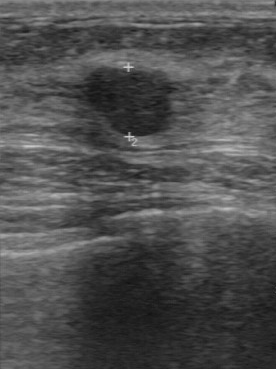
Acquired on GE Logiq 7 @10-14MHz. Breast US.
The breast lesion occupies approximately 81 65 170 135. The breast lesion is benign on biopsy or follow-up.